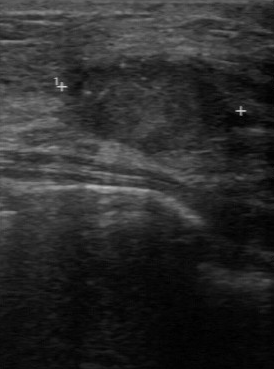
Acquired on GE Logiq 7 @10-14MHz. Imaging: breast sonogram.
The mass was assessed as BI-RADS 4 by the original reader. A second reader, independent of the original assessment, describes a hypoechoic mass with an irregular margin; the boundary is unclear. The mass contains microcalcifications. Biopsy showed invasive ductal carcinoma, a malignant finding.